Scanner: GE Logiq 7 @10-14MHz. Modality: B-mode breast ultrasound.
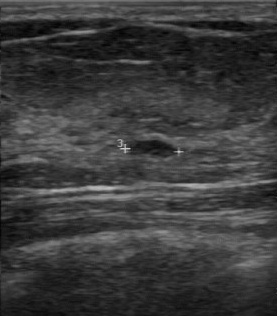
Lesion margin is regular. Boundary is clear. The BI-RADS (second read) is 3. The echogenicity is hypoechoic. No calcifications are seen. The BI-RADS (first reader) is 2.